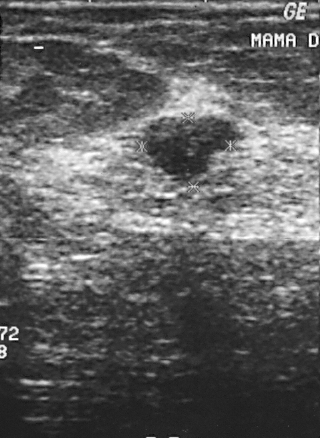
Modality: breast ultrasound scan.
A breast lesion is seen. It was assessed as BI-RADS 3. Biopsy showed fibroadenoma, a benign finding.